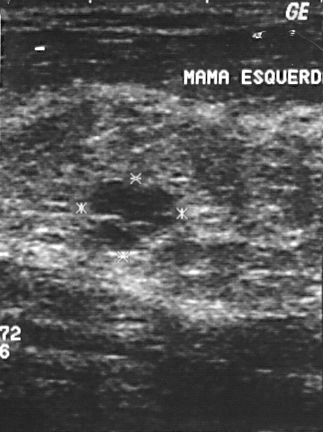
Scanner: GE Logiq 5 @10-12MHz. B-mode breast ultrasound.
(coordinates in a 323x432 pixel frame) Lesion region of interest: top-left (88, 182), bottom-right (172, 251). The finding is benign on biopsy or follow-up.